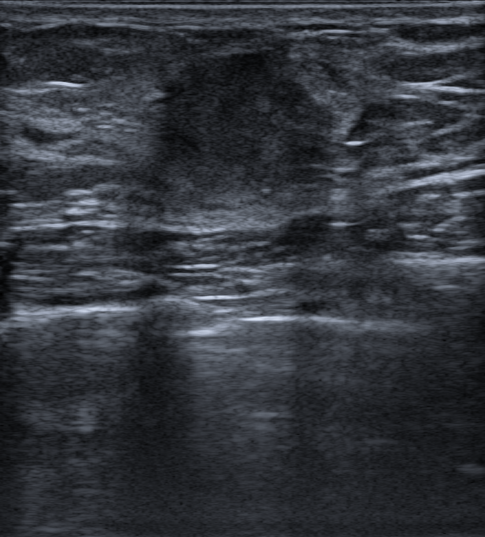
Imaging: breast ultrasound.
Findings: an irregular breast lesion of hypoechoic echotexture with non-circumscribed (spiculated and indistinct) margins. There are no posterior acoustic features. There are no calcifications. There is an echogenic halo. The breast lesion is categorized as BI-RADS 4C; on biopsy or follow-up it was malignant. Histopathology: Mucinous carcinoma.